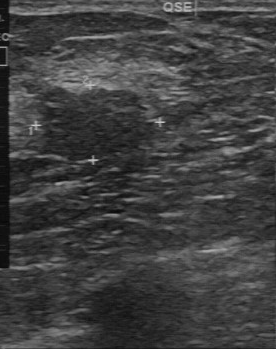
Breast ultrasound scan.
A lesion is seen with slightly hypoechoic echo pattern, partially regular contour, somewhat unclear lesion boundary, calcifications: absent.